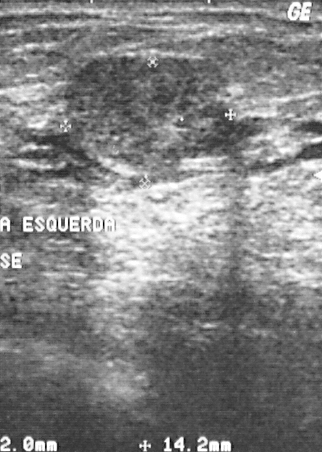
Acquired on GE Logiq 5 @10-12MHz. Imaging: breast ultrasound scan.
A breast lesion is present on this breast ultrasound scan. It was assessed as BI-RADS 4. The biopsy result was intraductal papilloma; the breast lesion is benign.